Breast US.
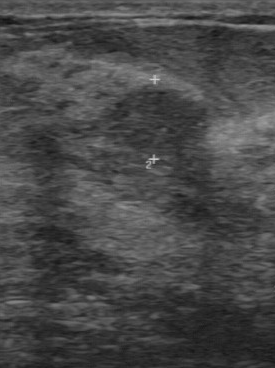
A breast lesion is seen with outcome on biopsy or follow-up: benign, BI-RADS (second read): 3, biopsy result: fibroadenoma.